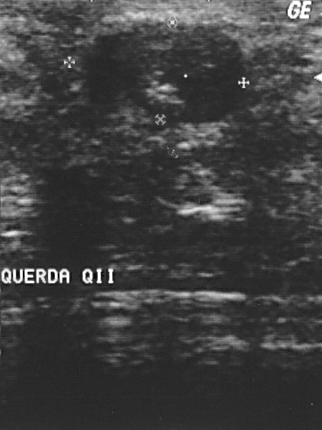
Breast ultrasound.
This breast ultrasound shows a lesion. Assessment: BI-RADS 2. The biopsy result was fibroadenoma; the lesion is benign.